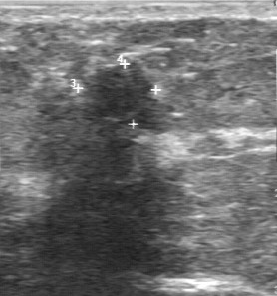
Scanner: GE Logiq 7 @10-14MHz. Breast ultrasound.
FINDINGS: Confirmed outcome (biopsy or follow-up): benign. BI-RADS: 2.
OUTCOME ON BIOPSY OR FOLLOW-UP: benign.